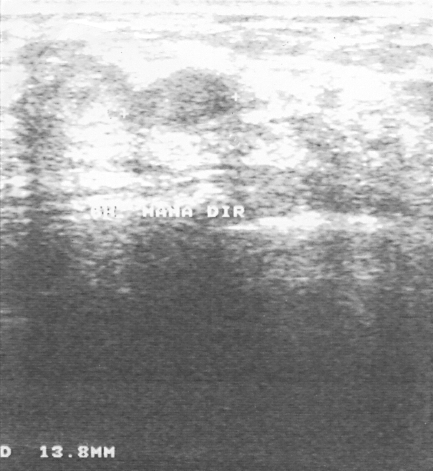
Imaging: B-mode breast ultrasound.
- BI-RADS assessment: 3
- histopathology: fibroadenoma